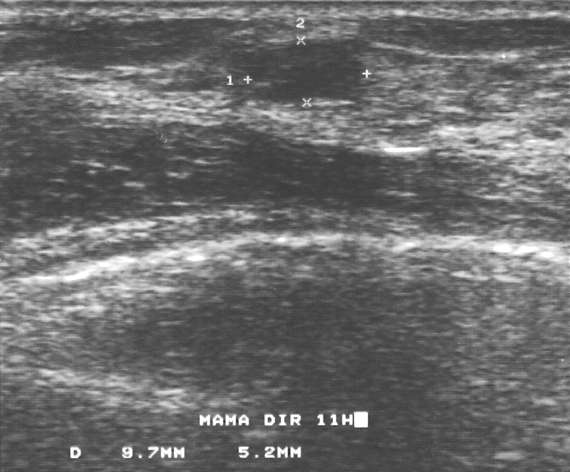
Modality: breast ultrasound. Scanner: GE Logiq 5 @10-12MHz.
FINDINGS: Breast ultrasound. BI-RADS category: 3. Pathology: fibroadenoma.
OUTCOME ON BIOPSY OR FOLLOW-UP: benign.